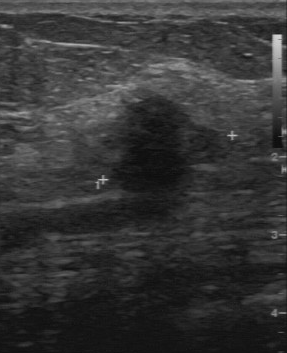
Acquired on GE Logiq 7 @10-14MHz. Breast sonogram.
Breast sonogram findings:
- echo pattern: hypoechoic
- calcifications: absent
- lesion margin: irregular
- lesion boundary: unclear
- confirmed outcome (biopsy or follow-up): malignant